Acquired on GE Logiq 7 @10-14MHz. Imaging: breast ultrasound.
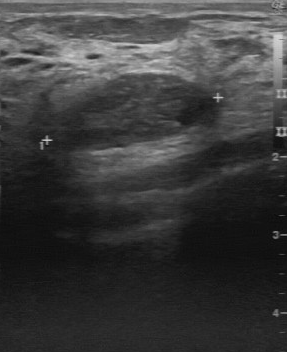
Biopsy result is fibroadenoma. Confirmed outcome (biopsy or follow-up) is benign. BI-RADS is 2.